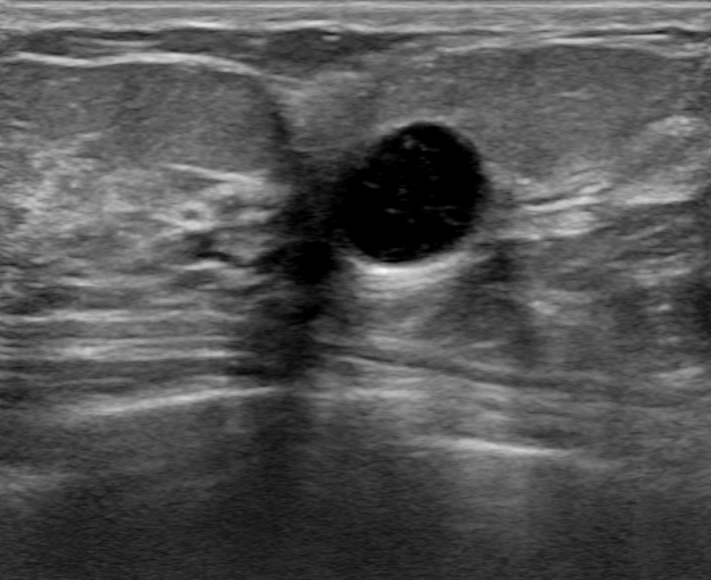
Imaging: breast sonogram.
Lesion characteristics:
- echogenic halo: none
- posterior features: enhancement
- biopsy or follow-up result: benign
- shape: round
- echogenicity: anechoic
- skin thickening: none
- BI-RADS category: 2
- differential: Simple cyst
- margin: circumscribed